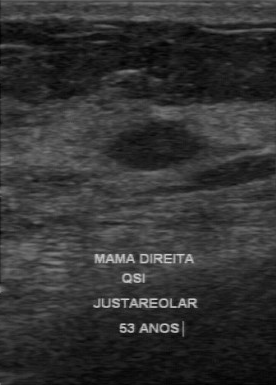
Breast ultrasound.
- calcifications: absent
- boundary: clear
- BI-RADS (first reader): 3
- internal echoes: hypoechoic
- BI-RADS (second read): 3